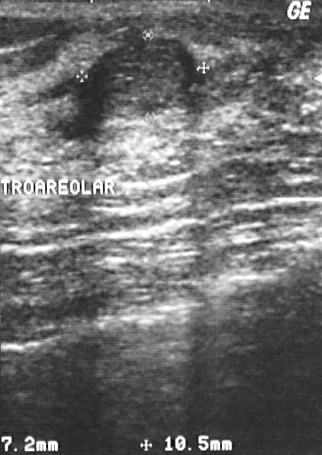
B-mode breast ultrasound. Scanner: GE Logiq 5 @10-12MHz.
This B-mode breast ultrasound shows a breast lesion. Assessment: BI-RADS 3. Biopsy showed fibroadenoma, a benign finding.